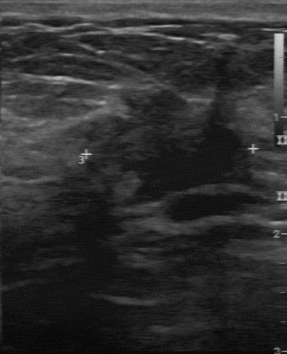
Imaging: B-mode breast ultrasound.
Original-read BI-RADS category: 4. The following findings are from a second reader, independent of the original assessment. Boundary: unclear. Echo pattern: hypoechoic. The lesion has an irregular margin. There are no calcifications. Histopathology: invasive ductal carcinoma (malignant).